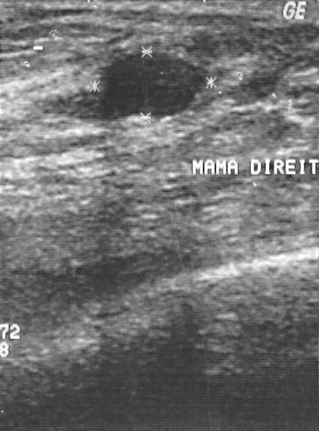
B-mode breast ultrasound.
A finding is seen. Assessment: BI-RADS 2. Biopsy showed fibrocystic changes, a benign finding.